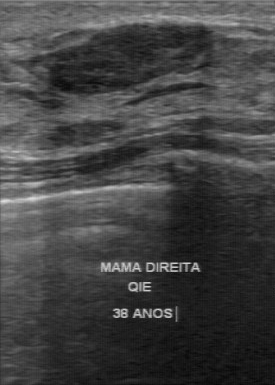
Breast sonogram. Acquired on GE Logiq 7 @10-14MHz.
The mass was assessed as BI-RADS 2 by the original reader. On a second read by an independent reader: The margin is regular. Boundary: clear. Echo pattern: hypoechoic. No calcifications are seen. Biopsy showed fibroadenoma, a benign finding.